Modality: breast US.
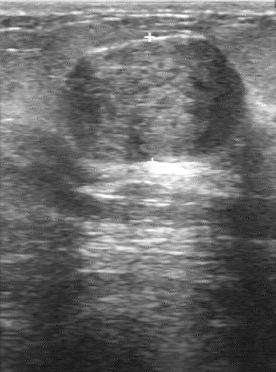
Pixel coordinates (x1, y1, x2, y2): The mass is located within the bounding box x1=57, y1=38, x2=249, y2=163.